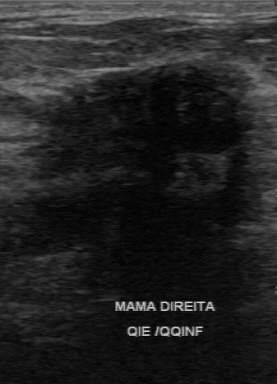
Scanner: GE Logiq 7 @10-14MHz. Modality: B-mode breast ultrasound.
This B-mode breast ultrasound shows a breast lesion, malignant on biopsy or follow-up.